Scanner: GE Logiq 5 @10-12MHz. B-mode breast ultrasound.
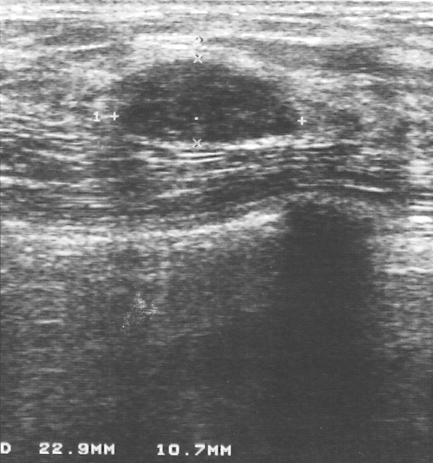
The lesion is benign on biopsy or follow-up.
Histopathology: fibroadenoma (benign).
The lesion is assessed as BI-RADS 2.